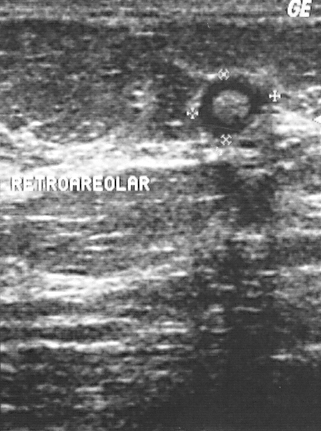
Modality: breast ultrasound scan.
A lesion is seen with biopsy result: cyst, BI-RADS assessment: 2.